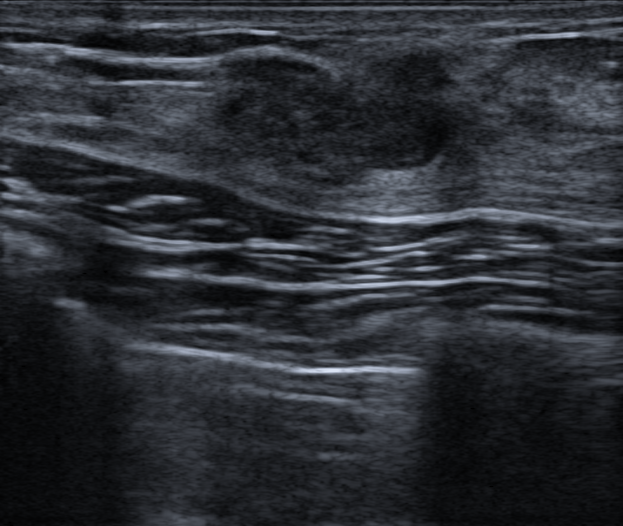
Background tissue composition: homogeneous: fibroglandular. Modality: breast ultrasound image. Patient age: 31.
Outcome on biopsy or follow-up: benign. Assigned BI-RADS 4B. Biopsy confirmed fibroadenoma. The mass is oval in shape. The mass has indistinct margins. Echogenicity: hyperechoic. There are no posterior acoustic features. There is no echogenic halo. No calcifications are seen. Skin thickening: none.